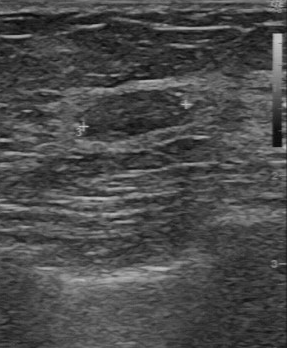
Modality: breast US.
Original-read BI-RADS category: 2. Findings on the second read (an independent reader): a slightly hypoechoic mass, margin regular, boundary clear. Calcifications: none. Histopathology: fibroadenoma (benign).